Breast sonogram.
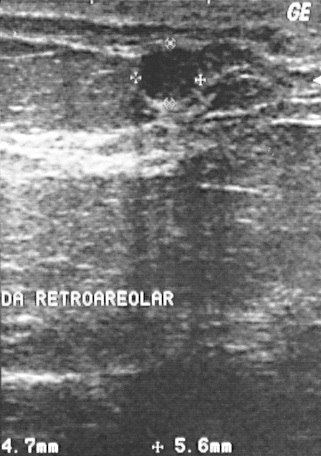
Biopsy or follow-up result: benign.